Breast sonogram.
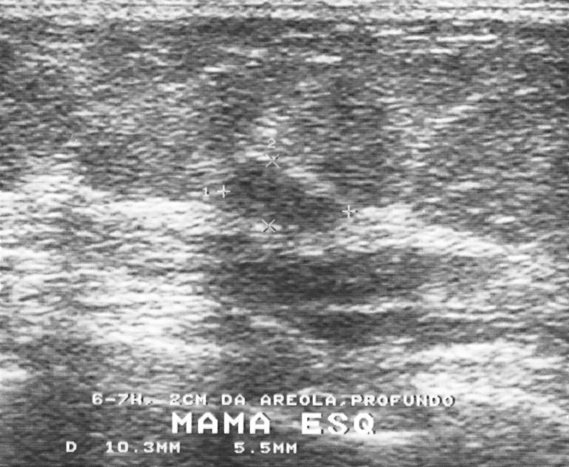
BI-RADS category: 3. Pathology: fibroadenoma.
OUTCOME ON BIOPSY OR FOLLOW-UP: benign.